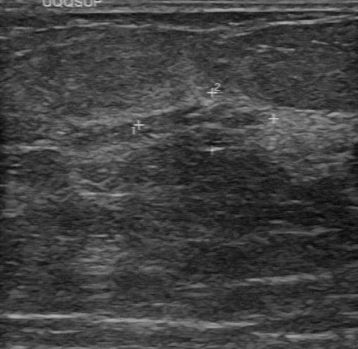
Imaging: breast ultrasound scan.
Outcome on biopsy or follow-up: malignant. (BI-RADS category 4.)